Breast ultrasound scan. Scanner: GE Logiq 7 @10-14MHz.
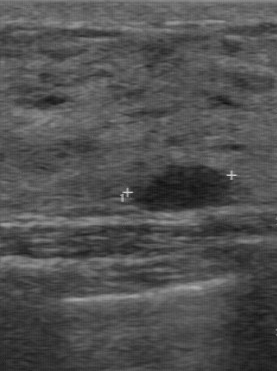
The lesion demonstrates BI-RADS (second read): 3, BI-RADS (first reader): 3, confirmed outcome (biopsy or follow-up): benign, clear lesion boundary.